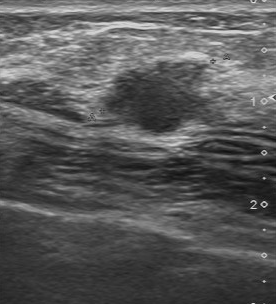
Scanner: Toshiba Aplio 300 @12-14 MHz. Breast sonogram.
Pathology is invasive ductal carcinoma. BI-RADS assessment: 4.